Modality: breast ultrasound. Scanner: GE Logiq 7 @10-14MHz.
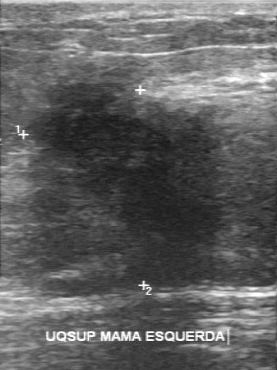
Lesion: malignant on biopsy or follow-up.